Imaging: breast ultrasound.
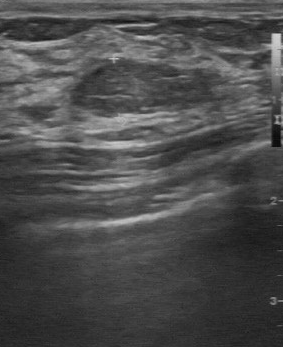
Breast ultrasound findings:
- calcifications: absent
- lesion boundary: clear
- margin: regular
- echo pattern: slightly hypoechoic